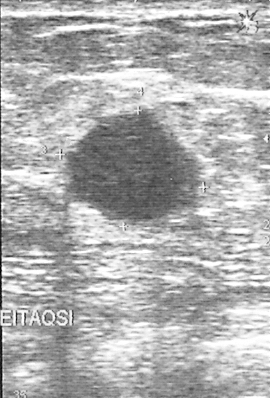
Imaging: breast ultrasound image.
Outcome on biopsy or follow-up: malignant. (BI-RADS category 4.)